Breast ultrasound image. Acquired on GE Logiq 7 @10-14MHz.
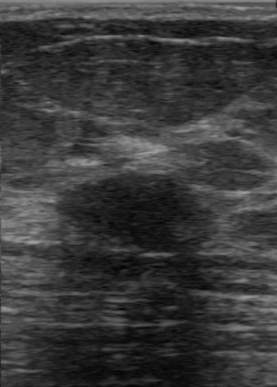
This breast ultrasound image shows a breast lesion with outcome on biopsy or follow-up: benign, BI-RADS assessment: 3, pathology: fibroadenoma.